Breast ultrasound scan. Acquired on GE Logiq 5 @10-12MHz.
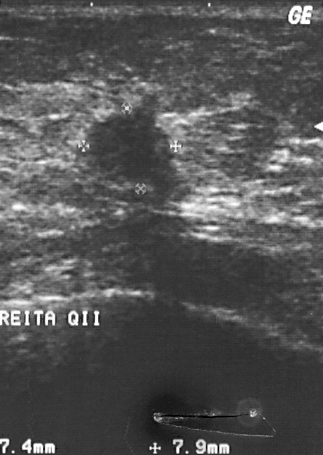
Outcome on biopsy or follow-up: malignant. Biopsy showed invasive ductal carcinoma, a malignant finding. The finding is assessed as BI-RADS 4.